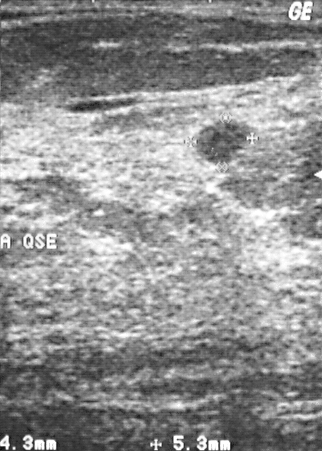
Modality: breast sonogram.
Histopathology: fibrocystic changes. BI-RADS category: 2.
OUTCOME ON BIOPSY OR FOLLOW-UP: benign.